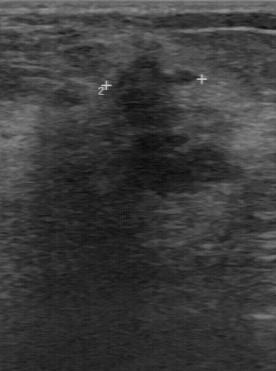
Modality: breast ultrasound scan.
- calcifications: absent
- echo pattern: slightly hypoechoic
- margin: irregular
- lesion boundary: unclear